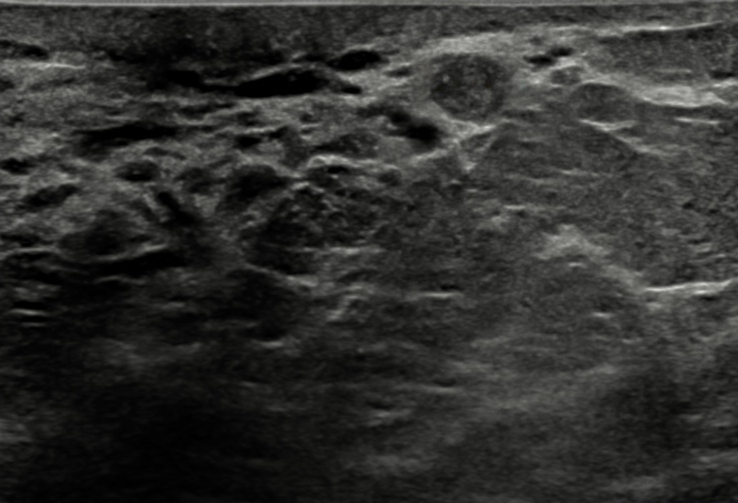
Imaging: breast ultrasound scan.
Shape: round. Posterior features: none. Margins are circumscribed. Calcifications: none. Echogenic halo: absent. Internally the breast lesion is isoechoic. No skin thickening is seen. This breast lesion proved benign on biopsy or follow-up. Assigned BI-RADS 4B. Radiologic interpretation: Suspicion of malignancy; Intraductal papilloma.